Modality: breast ultrasound scan.
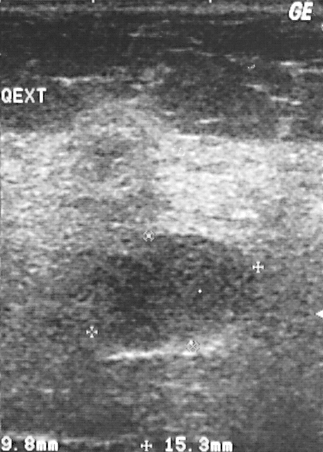
Coordinates are pixels in the 323x452 image. Segment the mass: bounding box x1=93, y1=235, x2=250, y2=353. The mass is benign on biopsy or follow-up.